Modality: breast sonogram.
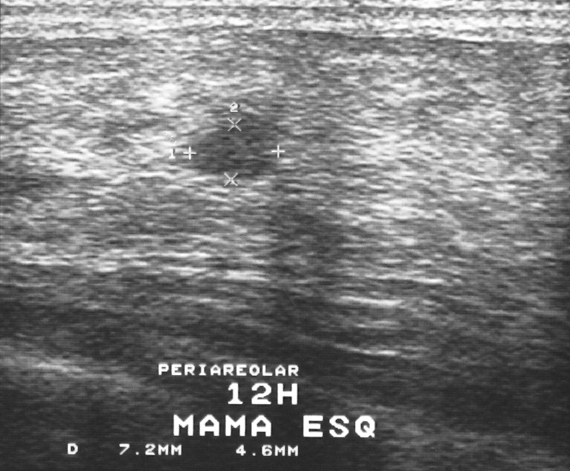
A lesion is present on this breast sonogram. BI-RADS category 2. Pathology confirmed benign fibroadenoma.